Breast ultrasound image.
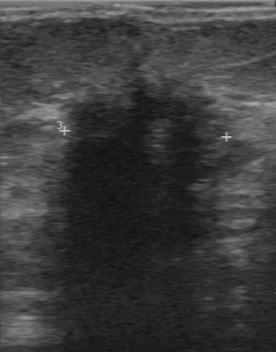
Outcome on biopsy or follow-up: malignant. (BI-RADS category 4.)